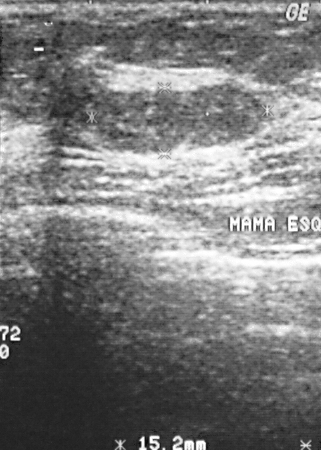
Breast ultrasound scan.
This breast ultrasound scan shows a lesion. BI-RADS category 2. Pathology confirmed benign fibroadenoma.